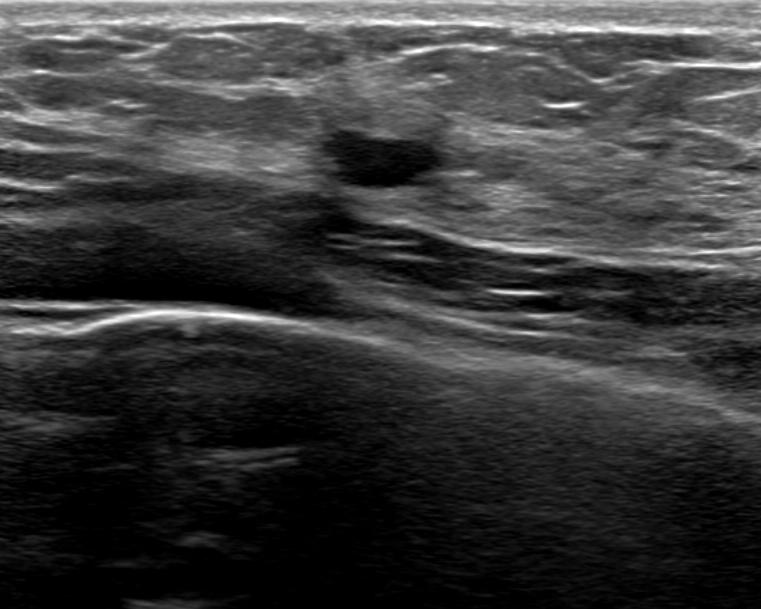
Modality: breast US.
It has an oval shape. The margin is circumscribed. Echogenicity: anechoic. Posterior enhancement is present. Echogenic halo: absent. No calcifications are seen. No skin thickening is seen. The breast lesion is assessed as BI-RADS 2. Verification: follow-up care.